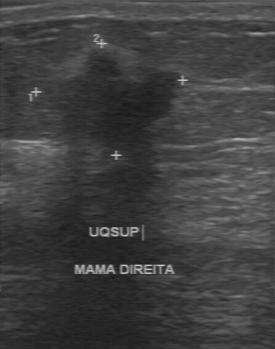
Breast ultrasound image.
Confirmed outcome (biopsy or follow-up): malignant. Lesion margin: irregular. Internal echoes: hypoechoic. Lesion boundary: unclear. There are no calcifications.